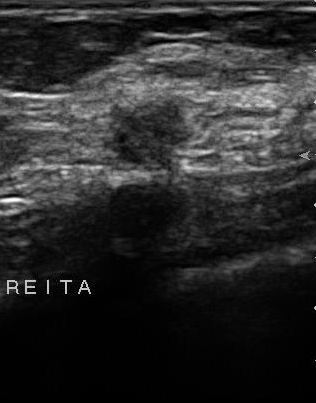
Scanner: U-Systems @10-14MHz. Imaging: breast ultrasound scan.
Segment the lesion: bounding box (105,97)-(191,173). The lesion is malignant on biopsy or follow-up. BI-RADS 4.